Imaging: breast US.
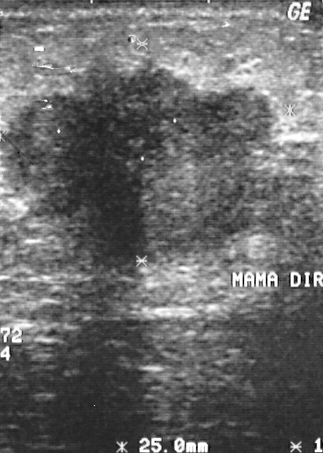
A mass is seen with BI-RADS assessment: 5, outcome on biopsy or follow-up: malignant.